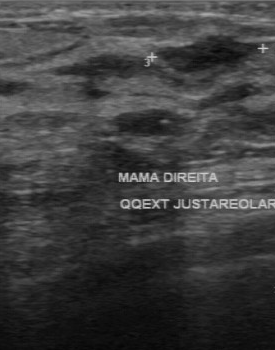
Breast sonogram.
Biopsy or follow-up result: benign. BI-RADS 3.